Modality: breast ultrasound.
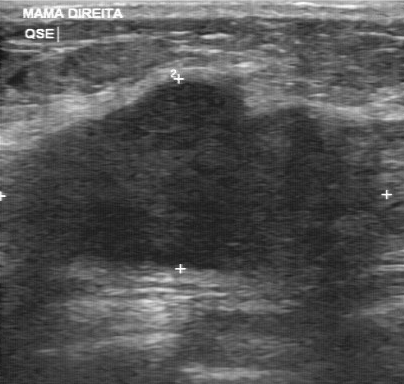
Original-read BI-RADS category: 5. Findings on the second read (an independent reader): a hypoechoic breast lesion, margin partially regular, boundary somewhat unclear. Calcifications: none. Biopsy showed invasive ductal carcinoma, a malignant finding.